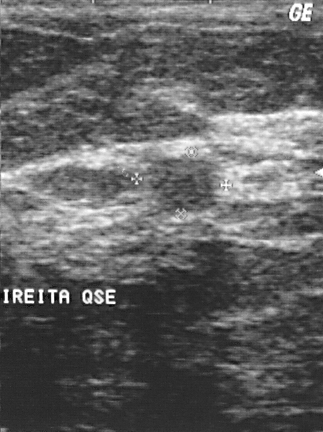
Breast ultrasound image.
A breast lesion is present on this breast ultrasound image. It was assessed as BI-RADS 2. Pathology confirmed benign fibroadenoma.